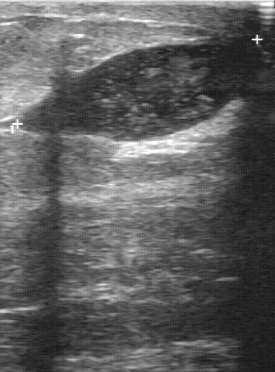
Breast ultrasound scan.
This breast ultrasound scan shows a mass with outcome on biopsy or follow-up: benign, second-reader BI-RADS: 3.